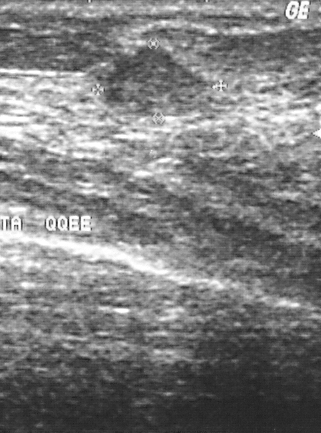
Breast ultrasound image.
Breast ultrasound image findings:
- BI-RADS category: 3
- biopsy or follow-up result: benign